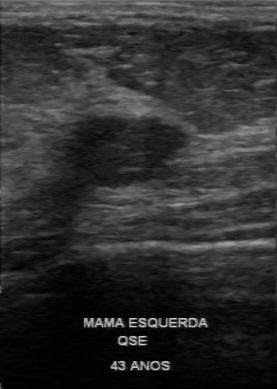
Breast US.
- lesion boundary: clear
- calcifications: absent
- BI-RADS (second read): 3